Breast ultrasound image. Scanner: Toshiba Aplio 300 @12-14 MHz.
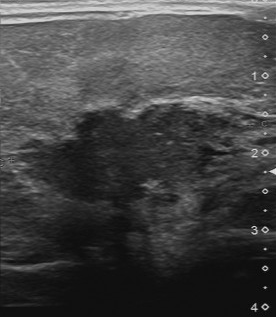
The mass was categorized BI-RADS 5 in the original read. On a second read by an independent reader: The margin is irregular. Boundary: unclear. The mass is hypoechoic. Calcifications: suspected. Histopathology: invasive ductal carcinoma (malignant).